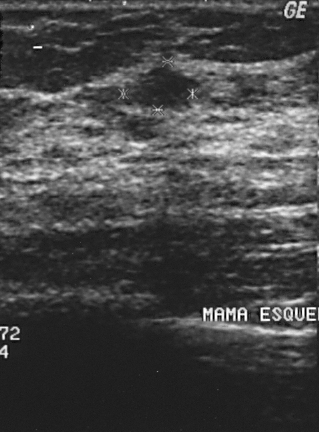
B-mode breast ultrasound.
The breast lesion is benign on biopsy or follow-up.